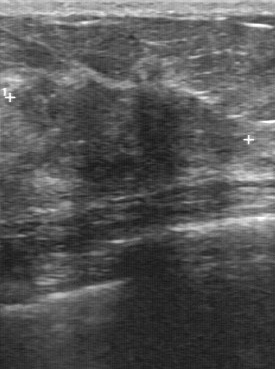
Scanner: GE Logiq 7 @10-14MHz. Modality: breast ultrasound.
Pixel coordinates (x1, y1, x2, y2): Segment the lesion: bounding box (10, 75) to (250, 203).